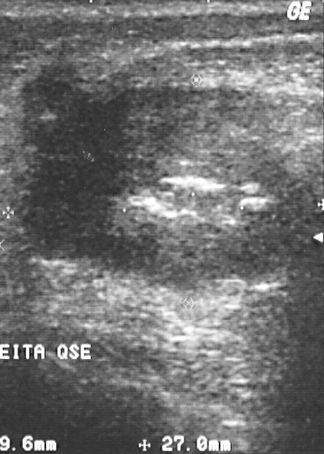
Breast US.
A breast lesion is seen. It was assessed as BI-RADS 4. Pathology confirmed malignant invasive ductal carcinoma.